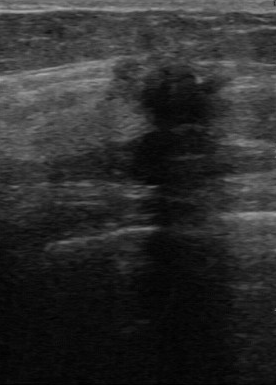
Acquired on GE Logiq 7 @10-14MHz. Breast US.
Biopsy or follow-up result: malignant.